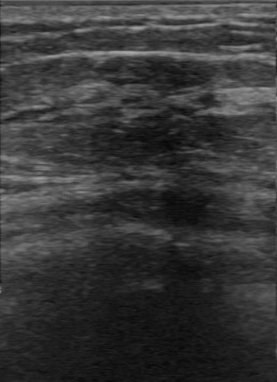
Scanner: GE Logiq 7 @10-14MHz. Imaging: breast ultrasound.
FINDINGS: BI-RADS: 3. Biopsy or follow-up result: benign.
OUTCOME ON BIOPSY OR FOLLOW-UP: benign.